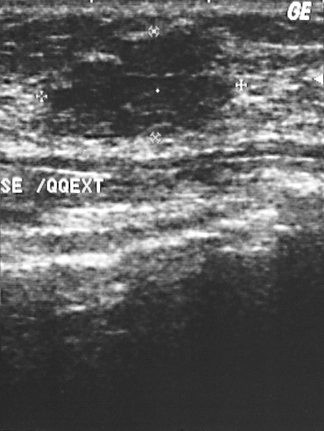
Modality: breast US.
(coordinates in a 324x431 pixel frame) Lesion region of interest: (42,31)-(231,135). The finding is benign on biopsy or follow-up. BI-RADS 3.